Background tissue composition: heterogeneous: predominantly fat. Modality: breast ultrasound scan.
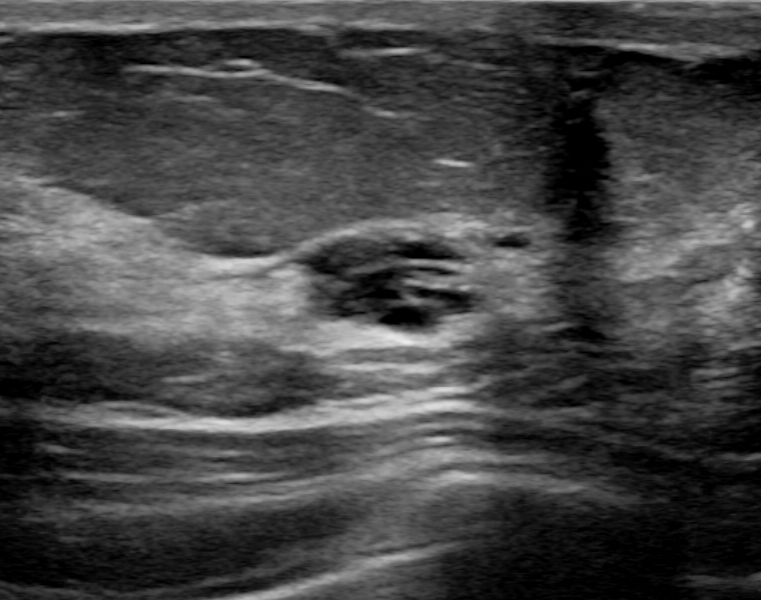
Posterior features: enhancement. No echogenic halo is seen. Shape: irregular. Internally the mass is anechoic. Margins are circumscribed. No skin thickening is seen. No calcifications are seen. The finding was confirmed by follow-up care. BI-RADS category 3. Radiologic interpretation: Complex cyst / Non-simple cyst; Dysplasia; Mammary duct ectasia. Outcome on biopsy or follow-up: benign.